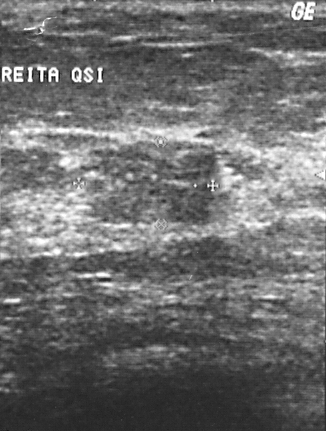
Breast ultrasound scan. Acquired on GE Logiq 5 @10-12MHz.
Assigned BI-RADS 4. Biopsy showed invasive ductal carcinoma, a malignant finding. Biopsy or follow-up result: malignant.